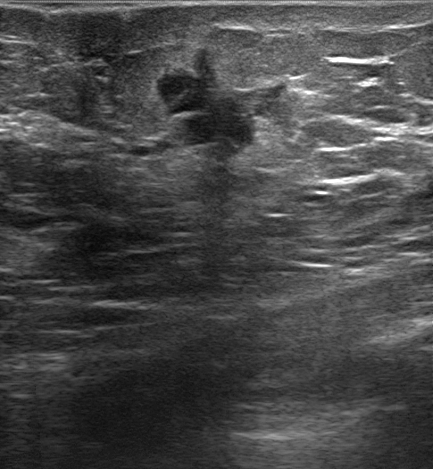
Imaging: breast US.
There are no calcifications. Echogenic halo is present. The biopsy or follow-up result is malignant. Lesion shape: irregular. Skin thickening is present. BI-RADS category is 5. Differential: Suspicion of malignancy; Fibroadenoma; Intraductal papilloma. Posterior features are shadowing.